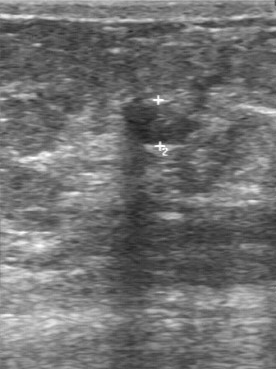
Breast US.
BI-RADS 3 in the original read; on a second read the margin is partially regular, the boundary clear and the lesion slightly hypoechoic. Calcifications: none. The biopsy result was sclerosing adenosis; the lesion is benign.